B-mode breast ultrasound.
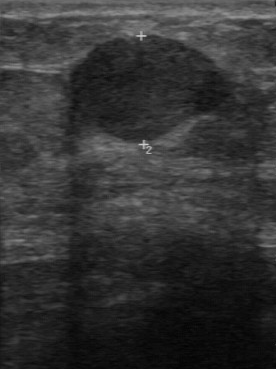
- BI-RADS: 4
- histopathology: papillary carcinoma
- confirmed outcome (biopsy or follow-up): malignant